Breast US.
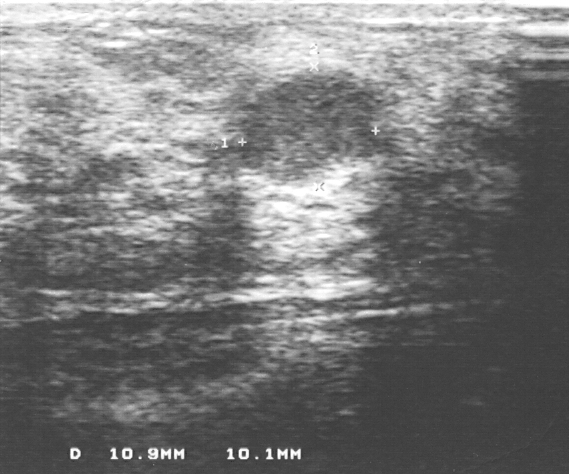
Pixel coordinates (x1, y1, x2, y2): Segment the finding: bounding box (240,75)-(372,179).